Acquired on GE Logiq 7 @10-14MHz. Imaging: breast ultrasound.
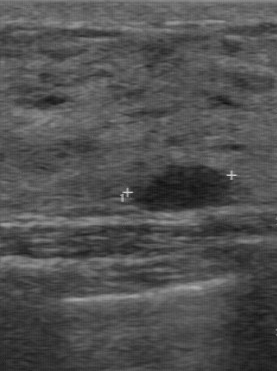
Segment the mass: bounding box (131, 165) to (229, 212). The mass is benign on biopsy or follow-up.